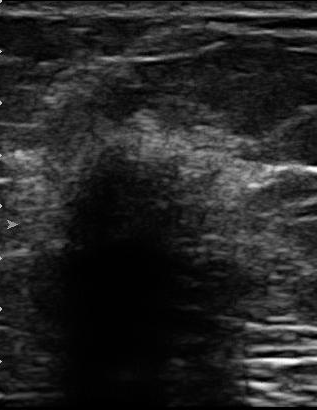
Modality: breast US. Scanner: U-Systems @10-14MHz.
Lesion: malignant on biopsy or follow-up.